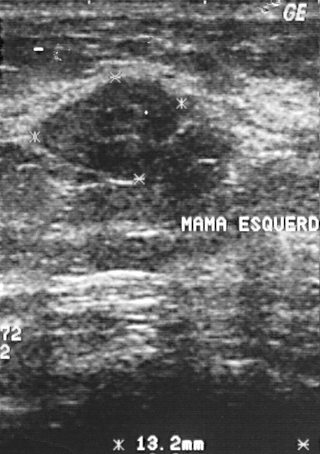
Imaging: B-mode breast ultrasound.
Biopsy or follow-up result: benign. BI-RADS 2.